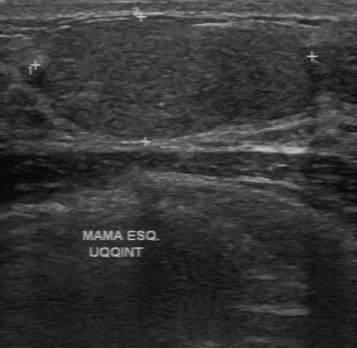
Imaging: breast ultrasound.
Biopsy or follow-up result: benign. BI-RADS 3.